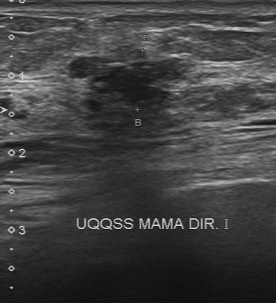
Modality: breast ultrasound image.
- BI-RADS on independent re-read: 4B
- outcome on biopsy or follow-up: malignant
- calcifications: none
- boundary: unclear